Imaging: breast ultrasound scan.
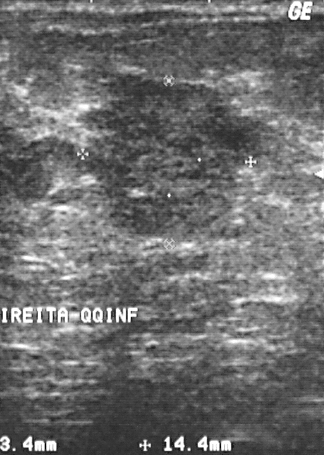
Pixel coordinates (x1, y1, x2, y2): The finding occupies approximately [79, 73, 269, 242].